Breast US.
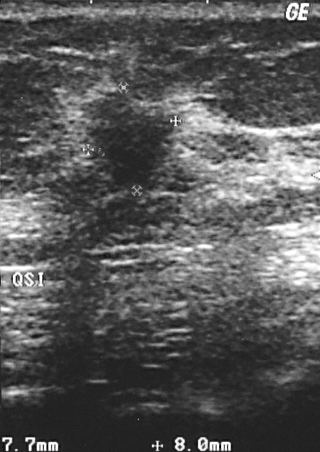
Outcome on biopsy or follow-up: malignant. The biopsy result was invasive ductal carcinoma. BI-RADS assessment: 4.